Imaging: breast US. Scanner: GE Logiq 7 @10-14MHz.
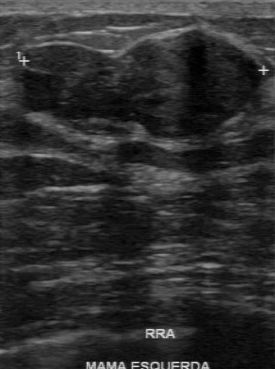
Margin is regular. Internal echoes are hypoechoic. There are no calcifications. The boundary is clear.